Imaging: breast ultrasound image.
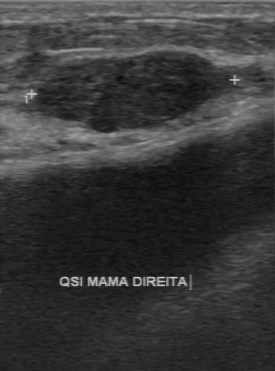
The finding was assessed as BI-RADS 2 by the original reader. A second reader, independent of the original assessment, describes a hypoechoic finding with a regular margin; the boundary is clear. There are no calcifications. Pathology confirmed benign fibroadenoma.